Modality: breast US.
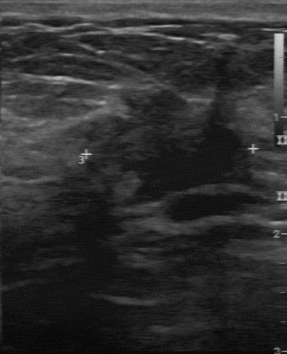
Finding: breast lesion, malignant on biopsy or follow-up.